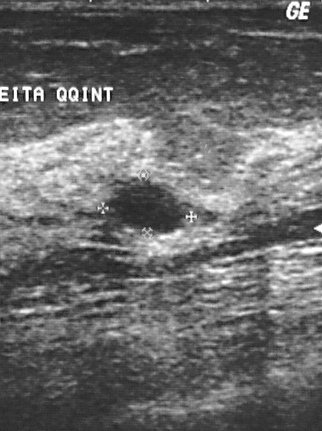
Scanner: GE Logiq 5 @10-12MHz. Breast sonogram.
This breast sonogram shows a lesion, benign on biopsy or follow-up.